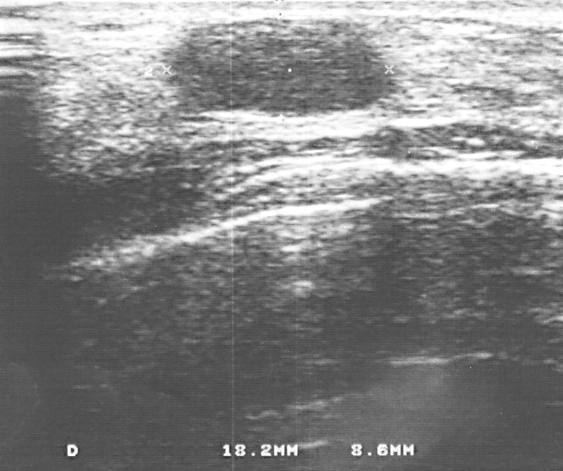
Acquired on GE Logiq 5 @10-12MHz. Breast sonogram.
Coordinates are pixels in the 563x471 image. Segment the breast lesion: bounding box (170,17)-(388,115). BI-RADS 2.